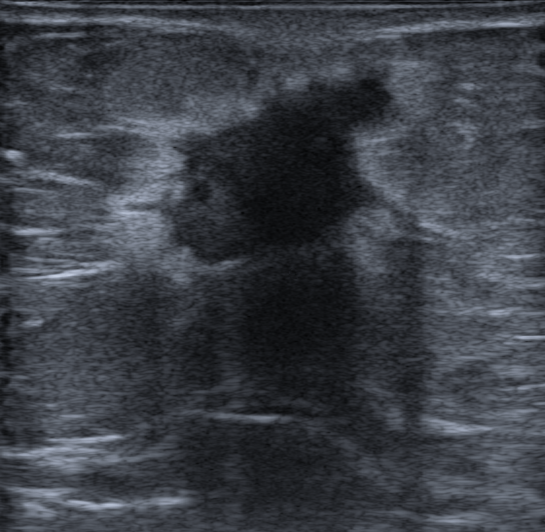
Imaging: breast ultrasound.
Biopsy or follow-up result: malignant.